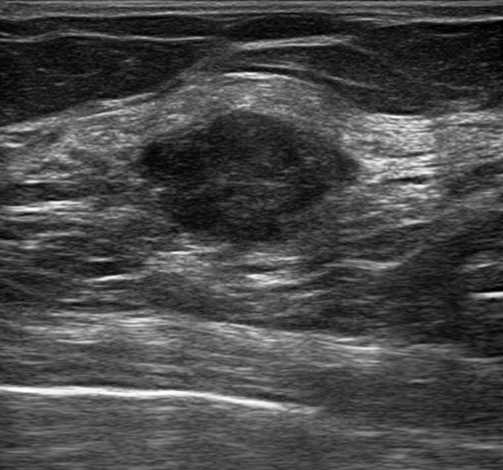
Modality: breast ultrasound scan. Patient age: 69.
The finding occupies approximately (141,109)-(369,250). BI-RADS 4B.